B-mode breast ultrasound.
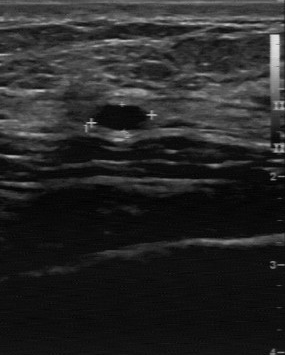
Finding: mass, benign on biopsy or follow-up. BI-RADS 2.